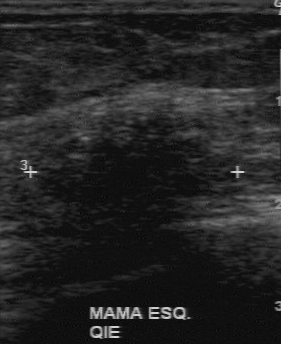
Breast ultrasound.
A mass is seen with unclear lesion boundary, calcifications: suspected, irregular contour, hypoechoic echo pattern.